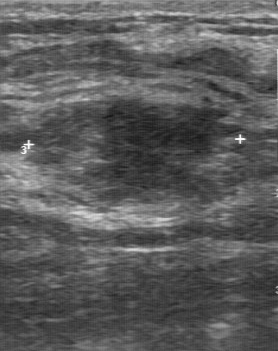
Imaging: breast US.
- calcifications: none
- boundary: somewhat unclear
- confirmed outcome (biopsy or follow-up): benign
- internal echoes: slightly hypoechoic
- lesion margin: partially regular